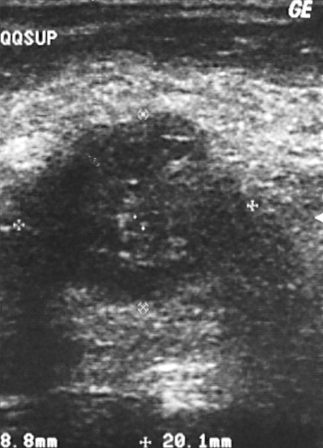
Modality: breast US. Acquired on GE Logiq 5 @10-12MHz.
Lesion: malignant on biopsy or follow-up. BI-RADS 5.